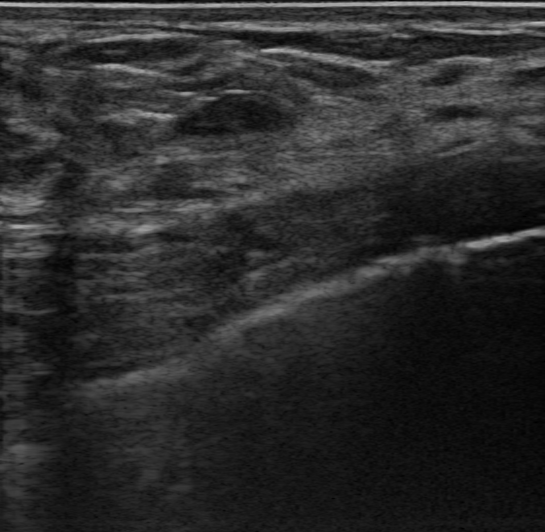
Modality: breast ultrasound scan. Background echotexture is heterogeneous: predominantly fibroglandular.
(coordinates in a 545x532 pixel frame) Segment the lesion: bounding box (175,92)-(287,136). The lesion is benign on biopsy or follow-up.